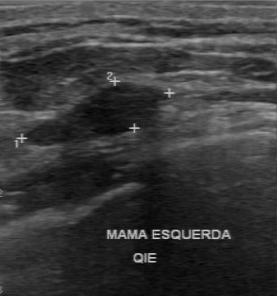
Imaging: breast ultrasound.
The lesion was assessed as BI-RADS 2 by the original reader. Descriptors from an independent second read (not the reader who assigned the category): The margin is regular. Its boundary is clear. The lesion is hypoechoic. Calcifications: none. Biopsy showed fibroadenoma, a benign finding.